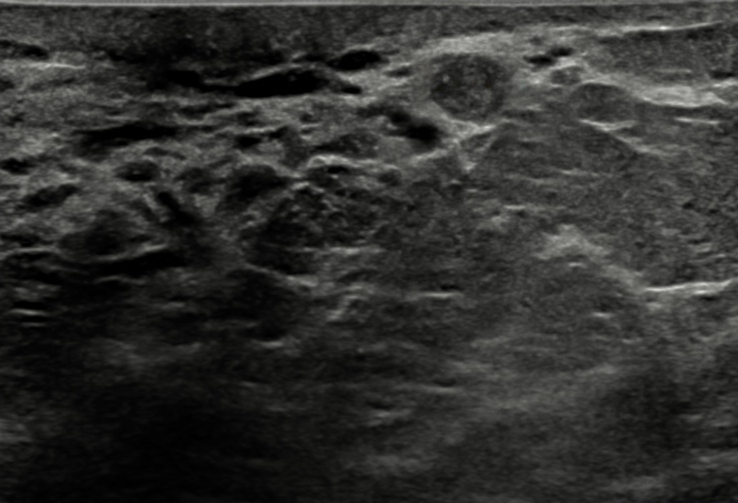
Imaging: breast ultrasound scan.
Findings: a round breast lesion of isoechoic echotexture with circumscribed margins. No posterior acoustic features are seen. Calcifications: none. BI-RADS 4B; benign on biopsy or follow-up. Biopsy confirmed intraductal papilloma.